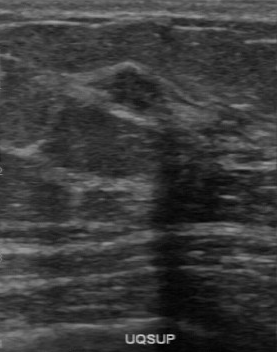
Breast US.
Pixel coordinates (x1, y1, x2, y2): Lesion region of interest: (103, 66) to (163, 114).